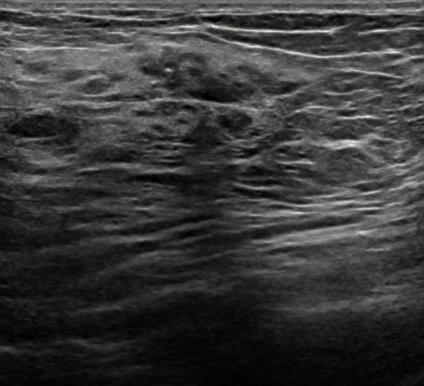
Imaging: breast ultrasound.
Outcome on biopsy or follow-up: benign. (BI-RADS category 5.)